Modality: breast ultrasound.
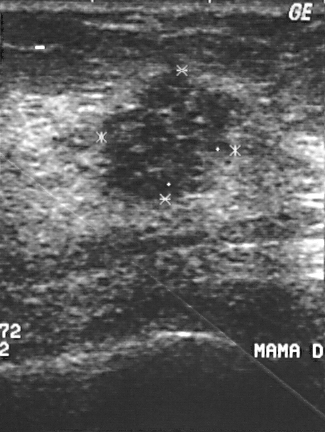
Segment the breast lesion: bounding box (98, 70) to (249, 204).